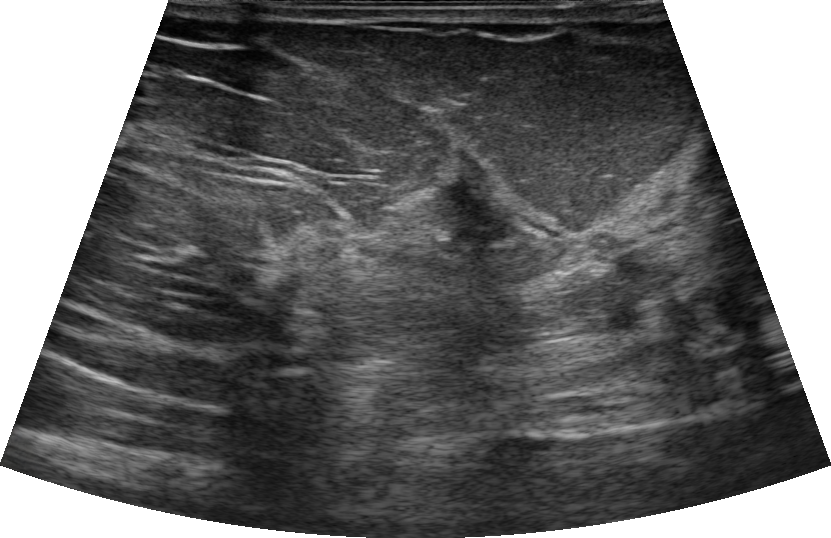
Imaging: B-mode breast ultrasound.
Its echo pattern is hypoechoic.
Skin thickening: none.
It has an irregular shape.
There are no calcifications.
Margins are not circumscribed, with angular and indistinct features.
There is no echogenic halo.
There are no posterior acoustic features.
The breast lesion is assessed as BI-RADS 4B.
Differential on reading: Suspicion of malignancy.